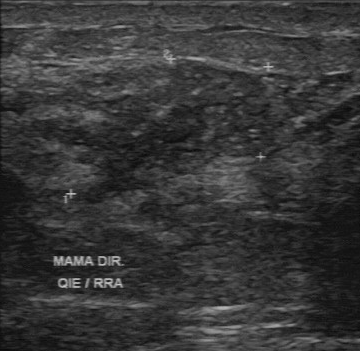
Breast ultrasound scan.
The finding demonstrates BI-RADS category: 4, biopsy result: invasive ductal carcinoma.